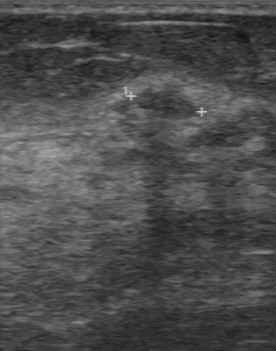
Imaging: breast ultrasound scan.
Segment the mass: bounding box 133 90 198 120. The mass is benign on biopsy or follow-up. BI-RADS 4.